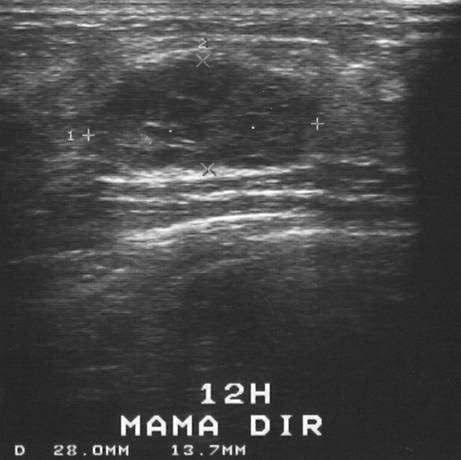
Breast sonogram. Acquired on GE Logiq 5 @10-12MHz.
Biopsy or follow-up result: benign. BI-RADS 4.